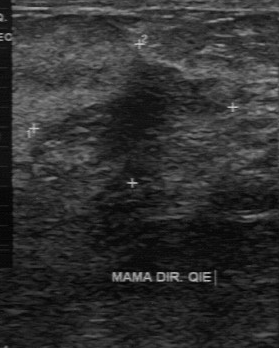
Imaging: breast sonogram.
The lesion was assessed as BI-RADS 4 by the original reader. Findings on the second read (an independent reader): a slightly hypoechoic lesion, margin irregular, boundary unclear. Biopsy showed fibrocystic changes, a benign finding.